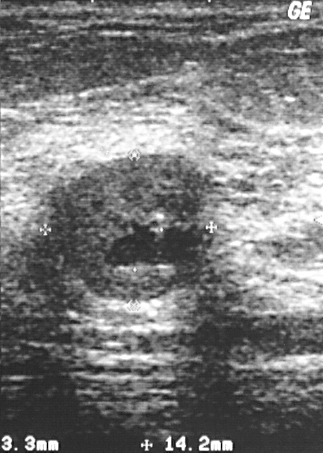
Breast ultrasound scan.
A mass is present on this breast ultrasound scan. It was assessed as BI-RADS 3. The biopsy result was cyst; the mass is benign.